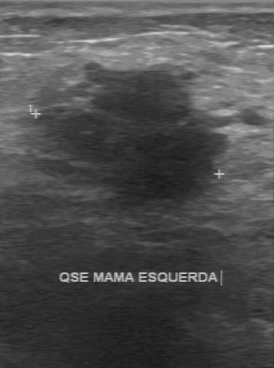
Modality: B-mode breast ultrasound.
BI-RADS 4 in the original read; on a second read the margin is irregular, the boundary unclear and the finding hypoechoic. Calcifications: none. Biopsy showed invasive ductal carcinoma, a malignant finding.